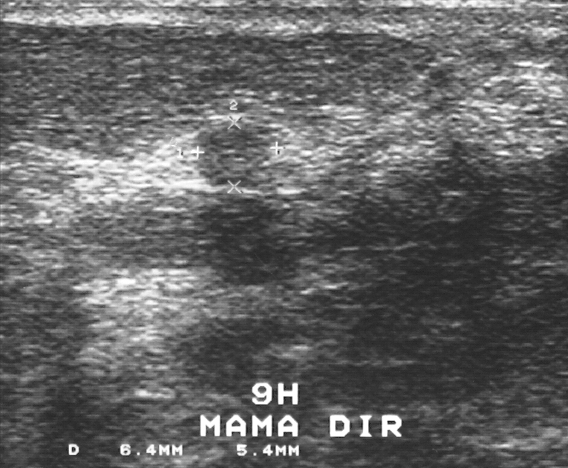
Breast ultrasound scan. Scanner: GE Logiq 5 @10-12MHz.
Biopsy or follow-up result: benign. (BI-RADS category 3.)